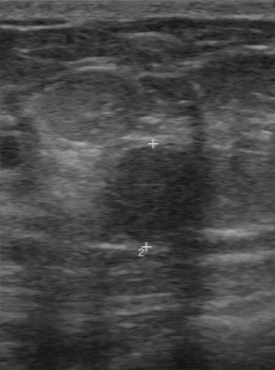
Modality: B-mode breast ultrasound.
The outcome on biopsy or follow-up is benign. Echogenicity is hypoechoic. The original BI-RADS is 3. Second-reader BI-RADS is 3. Boundary is clear.